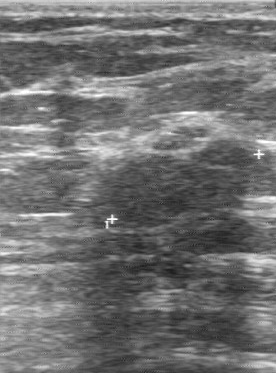
Imaging: breast US.
The mass was assessed as BI-RADS 4 by the original reader. Descriptors from an independent second read (not the reader who assigned the category): The margin is regular. Echo pattern: hypoechoic. No calcifications are seen. Its boundary is clear. Biopsy showed fibroadenoma, a benign finding.